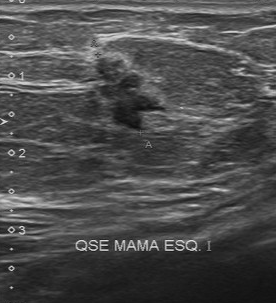
Imaging: breast ultrasound image.
The mass was categorized BI-RADS 4 in the original read. On a second, independent read, a mass with an irregular margin and an unclear boundary is seen; it is hypoechoic. Calcifications: suspected. Biopsy showed invasive ductal carcinoma, a malignant finding.